B-mode breast ultrasound.
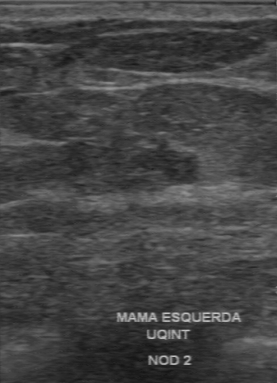
Calcifications: none. Boundary: somewhat unclear. Histopathology: invasive ductal carcinoma. Lesion margin: partially regular. Echo pattern: hypoechoic.
OUTCOME ON BIOPSY OR FOLLOW-UP: malignant.